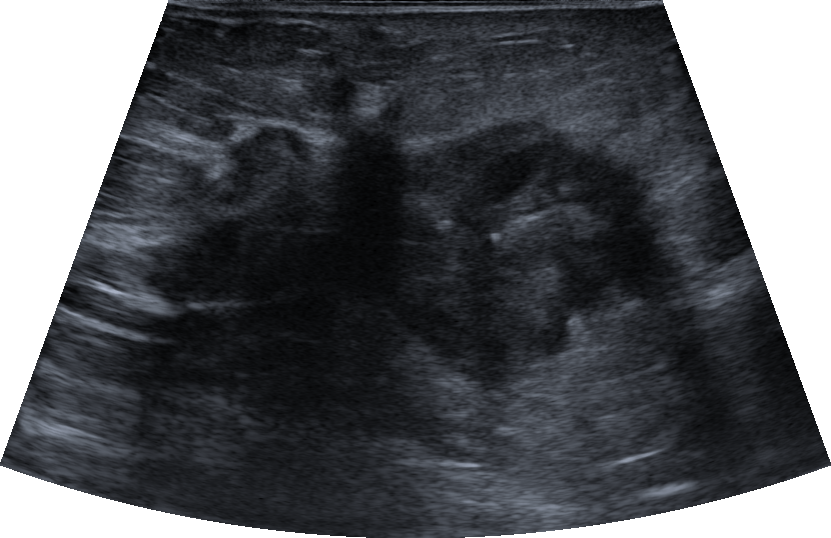
Breast ultrasound.
Outcome on biopsy or follow-up: malignant.